Imaging: breast ultrasound scan.
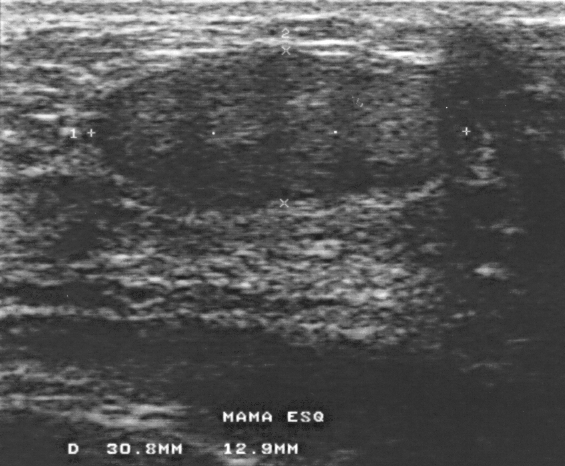
BI-RADS assessment: 2. The mass is benign on biopsy or follow-up. The biopsy result was fibroadenoma.